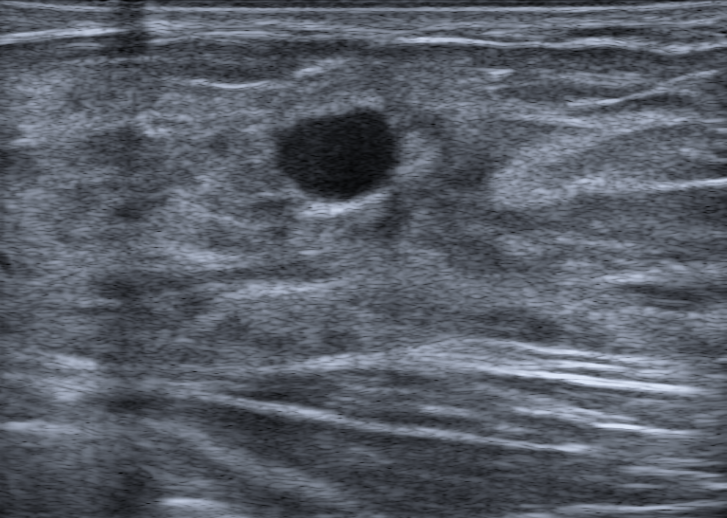
33-year-old patient. Modality: B-mode breast ultrasound.
Coordinates are pixels in the 727x518 image. Lesion region of interest: top-left (271, 107), bottom-right (396, 202). The breast lesion is benign on biopsy or follow-up. BI-RADS 2.